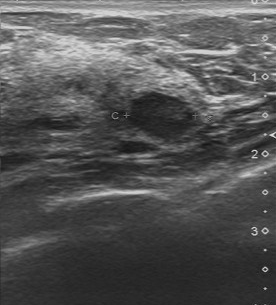
B-mode breast ultrasound.
A finding is seen with regular contour, clear boundary, calcifications: absent, BI-RADS on independent re-read: 3.